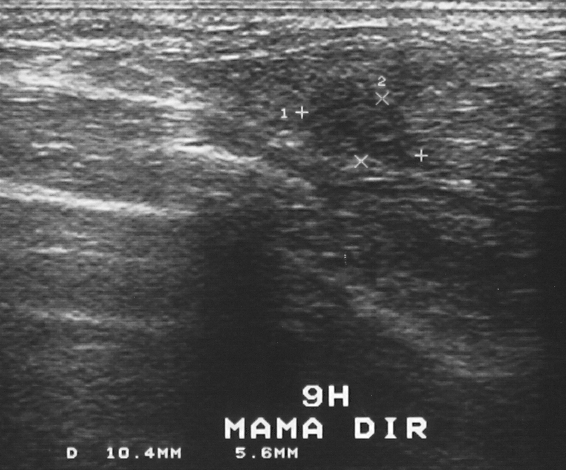
Imaging: breast ultrasound scan.
A finding is present on this breast ultrasound scan. BI-RADS category 4. Histopathology: fibrocystic changes (benign).